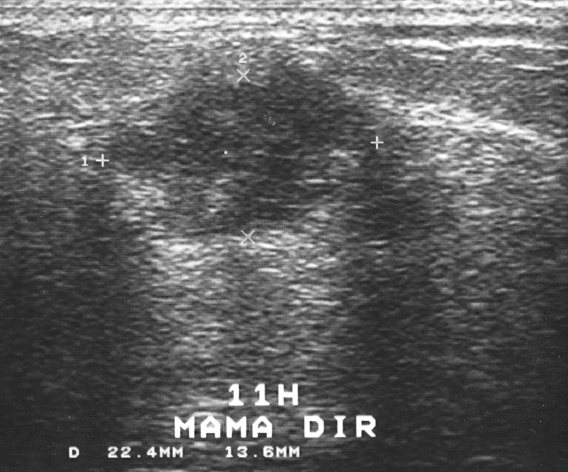
Scanner: GE Logiq 5 @10-12MHz. Modality: B-mode breast ultrasound.
Pixel coordinates (x1, y1, x2, y2): Lesion region of interest: x1=98, y1=57, x2=378, y2=243.